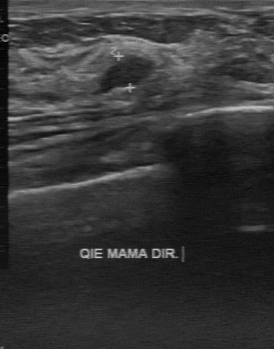
Acquired on GE Logiq 7 @10-14MHz. Imaging: breast US.
BI-RADS is 3. Biopsy or follow-up result is benign.